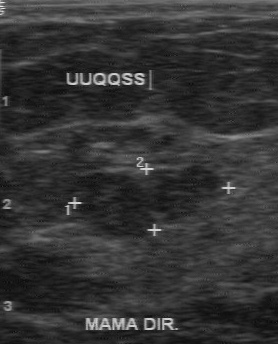
Scanner: GE Logiq 7 @10-14MHz. Imaging: breast sonogram.
Lesion characteristics:
- biopsy or follow-up result: benign
- BI-RADS: 3